Imaging: breast US.
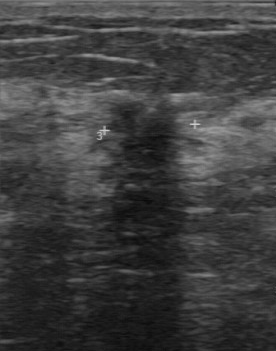
This breast US shows a finding with calcifications: none, pathology: lobular carcinoma in situ, unclear boundary, irregular contour, hypoechoic internal echoes.